Modality: breast sonogram.
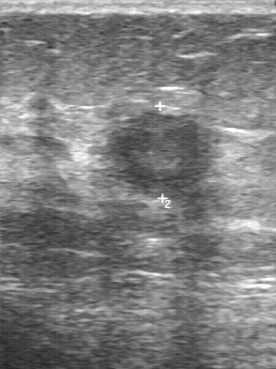
FINDINGS: Breast sonogram. Confirmed outcome (biopsy or follow-up): malignant. Histopathology: invasive ductal carcinoma. BI-RADS: 4.
OUTCOME ON BIOPSY OR FOLLOW-UP: malignant.